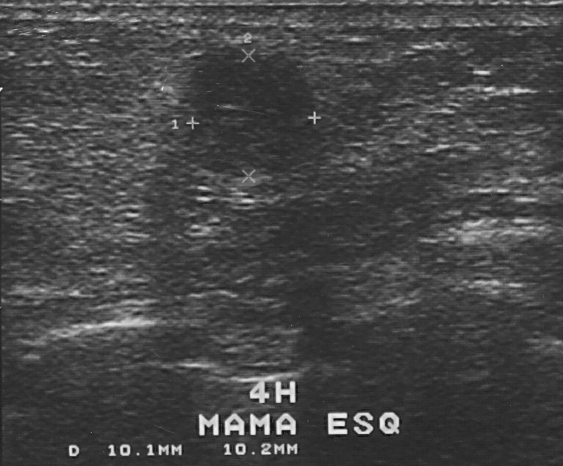
Breast US.
The lesion is benign on biopsy or follow-up. The lesion is assessed as BI-RADS 4. Histopathology: fibrocystic changes.